Imaging: breast ultrasound scan.
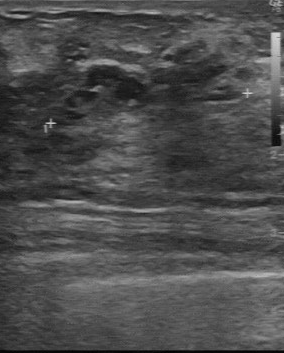
The lesion is benign on biopsy or follow-up. (BI-RADS category 3.)